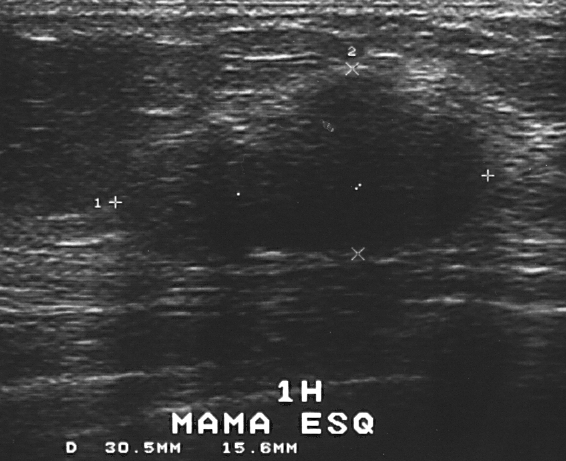
Breast sonogram.
Biopsy showed fibroadenoma, a benign finding.
BI-RADS assessment: 4.
This lesion proved benign on biopsy or follow-up.